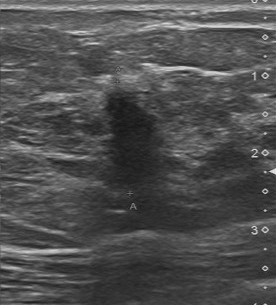
B-mode breast ultrasound.
Biopsy or follow-up result: malignant.